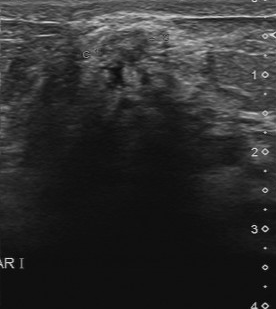
B-mode breast ultrasound.
Biopsy or follow-up result: benign.